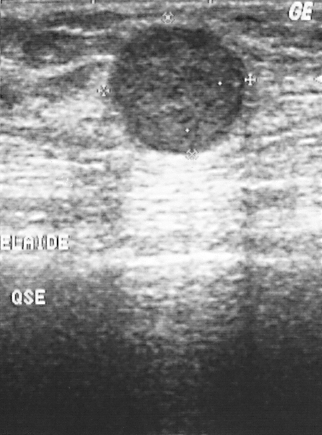
Imaging: breast ultrasound image.
The biopsy result was invasive ductal carcinoma; the mass is malignant. This mass proved malignant on biopsy or follow-up. Assigned BI-RADS 2.